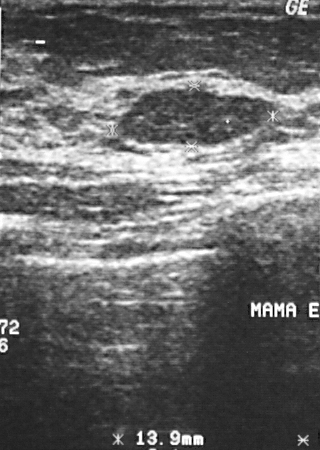
Acquired on GE Logiq 5 @10-12MHz. Modality: B-mode breast ultrasound.
This B-mode breast ultrasound shows a lesion with outcome on biopsy or follow-up: benign, BI-RADS assessment: 2.